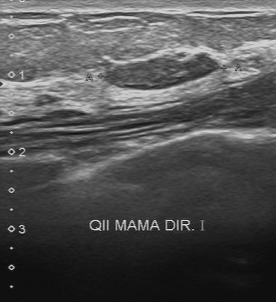
Imaging: breast ultrasound scan. Acquired on Toshiba Aplio 300 @12-14 MHz.
The breast lesion occupies approximately [100, 50, 220, 89]. The breast lesion is benign on biopsy or follow-up. BI-RADS 3.